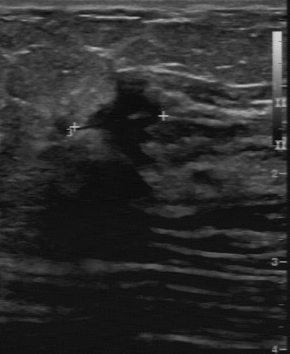
Modality: B-mode breast ultrasound.
(coordinates in a 290x354 pixel frame) Mass bounding box: (75, 75) to (162, 169). The mass is malignant on biopsy or follow-up.